Breast ultrasound image.
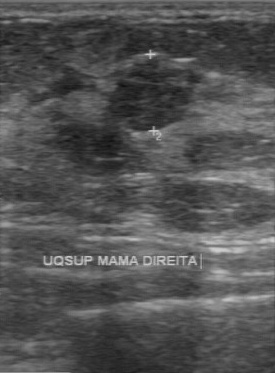
Original-read BI-RADS category: 3.
The following findings are from a second reader, independent of the original assessment.
The margin is regular.
The lesion boundary is clear.
Echo pattern: hypoechoic.
Calcifications: none.
Histopathology: fibroadenoma (benign).